Imaging: breast ultrasound image.
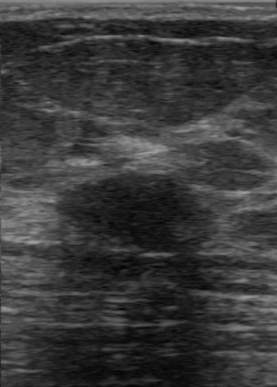
FINDINGS: Contour: regular. Calcifications: absent. Outcome on biopsy or follow-up: benign. Lesion boundary: clear. Echogenicity: hypoechoic.
OUTCOME ON BIOPSY OR FOLLOW-UP: benign.